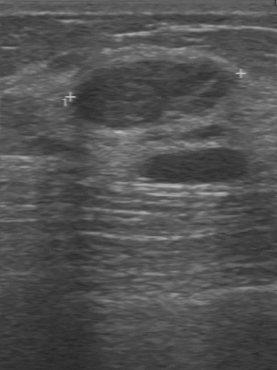
Imaging: breast sonogram.
The biopsy or follow-up result is benign. BI-RADS is 2.